Breast US.
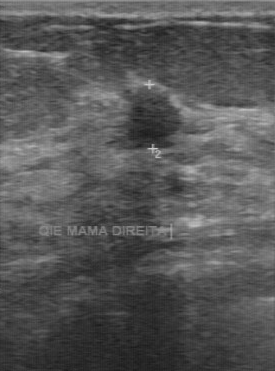
Mass: benign on biopsy or follow-up. (BI-RADS category 4.)